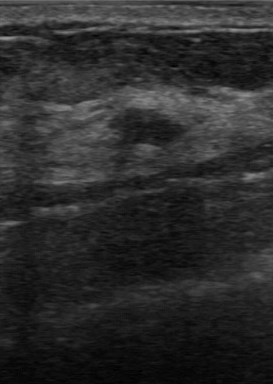
Imaging: breast ultrasound.
BI-RADS 3 in the original read; on a second read the margin is regular, the boundary clear and the breast lesion hypoechoic. Calcifications: none. Histopathology: fibrocystic changes (benign).